Imaging: breast ultrasound.
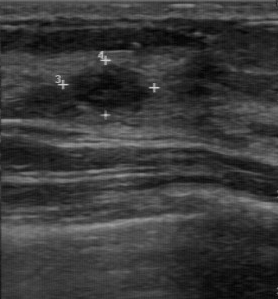
The mass demonstrates BI-RADS assessment: 4.